Background tissue composition: homogeneous: fibroglandular. Modality: breast ultrasound.
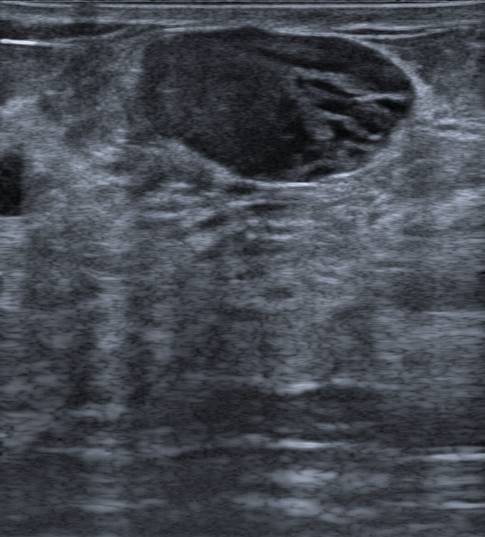
Coordinates are pixels in the 485x537 image. Lesion region of interest: [140, 18, 414, 188]. The mass is benign on biopsy or follow-up.